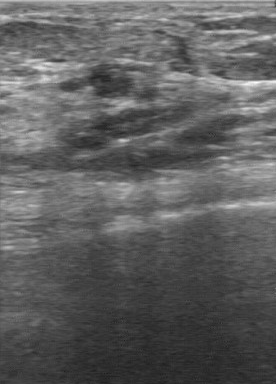
Breast ultrasound.
Pixel coordinates (x1, y1, x2, y2): Segment the mass: bounding box (87, 63) to (135, 99). The mass is benign on biopsy or follow-up.